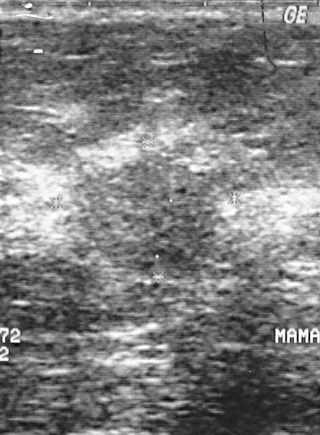
Breast sonogram.
Segment the mass: bounding box x1=72, y1=150, x2=227, y2=284.